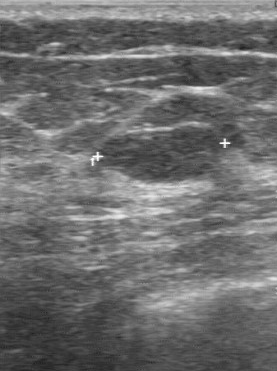
Modality: breast ultrasound image.
Breast ultrasound image findings:
- biopsy or follow-up result: benign
- BI-RADS (first reader): 3
- echogenicity: hypoechoic
- second-reader BI-RADS: 3
- margin: regular